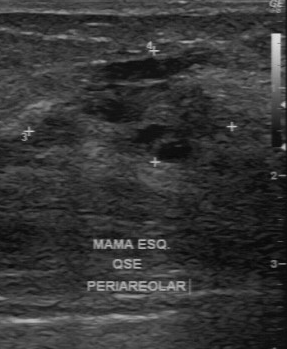
Breast sonogram.
The finding was categorized BI-RADS 4 in the original read. Findings on the second read (an independent reader): a finding of mixed cystic and solid echotexture, margin irregular, boundary unclear. Histopathology: hyperplasia (benign).